Imaging: breast ultrasound image. Scanner: GE Logiq 7 @10-14MHz.
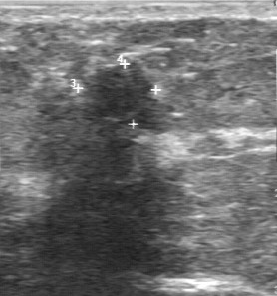
Biopsy or follow-up result: benign. (BI-RADS category 2.)